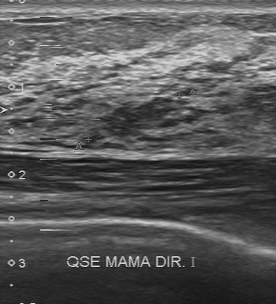
Modality: breast ultrasound scan.
- boundary: somewhat unclear
- margin: partially regular
- echo pattern: slightly hypoechoic
- calcifications: suspected